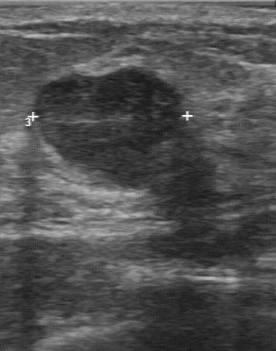
Imaging: breast US. Acquired on GE Logiq 7 @10-14MHz.
The original reader assigned BI-RADS 3. A second reader, independent of the original assessment, describes a hypoechoic finding with a regular margin; the boundary is clear. There are no calcifications. Biopsy showed fibroadenoma, a benign finding.